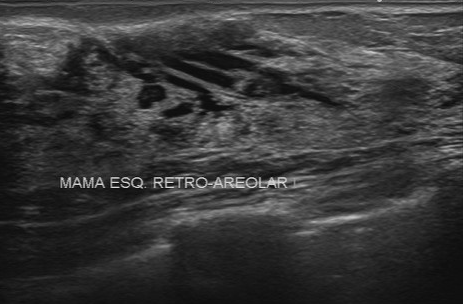
Modality: breast US. Acquired on Toshiba Aplio 300 @12-14 MHz.
The original reader assigned BI-RADS 4. On a second, independent read, a mass with an irregular margin and an unclear boundary is seen; it is heterogeneous. No calcifications are seen. Pathology confirmed benign fibrocystic changes.